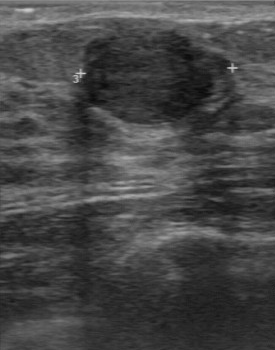
Imaging: breast ultrasound.
Pixel coordinates (x1, y1, x2, y2): Finding bounding box: (83, 29) to (215, 124). The finding is benign on biopsy or follow-up.